Breast sonogram. Background tissue composition: heterogeneous: predominantly fibroglandular.
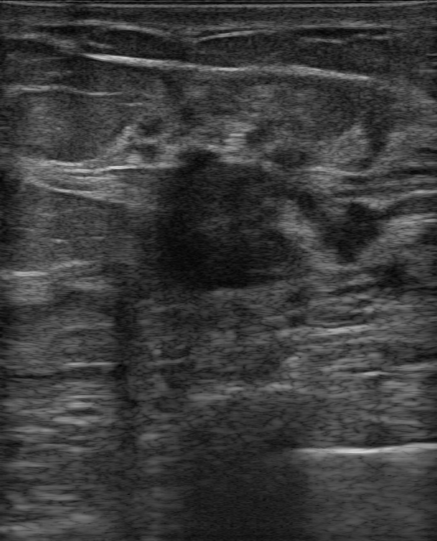
An irregular, hypoechoic breast lesion with non-circumscribed (angular and indistinct) margins is seen. No posterior acoustic features are seen. BI-RADS assessment: 4C; biopsy or follow-up result: malignant. Radiologist's impression: Suspicion of malignancy. Biopsy result: Invasive micropapillary carcinoma.